Modality: breast ultrasound scan. Background echotexture is heterogeneous: predominantly fat.
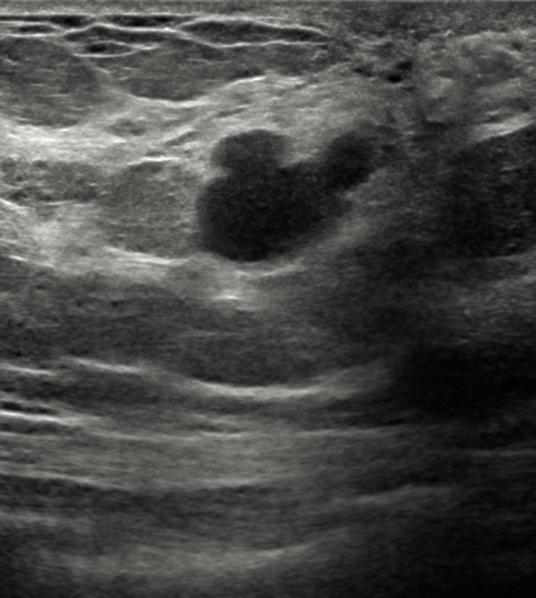
This breast ultrasound scan shows a lesion with BI-RADS category: 2, anechoic echogenicity, posterior acoustic features: enhancement, calcifications: none, skin thickening: none, irregular lesion shape, echogenic halo: absent, circumscribed lesion margin, outcome on biopsy or follow-up: benign.